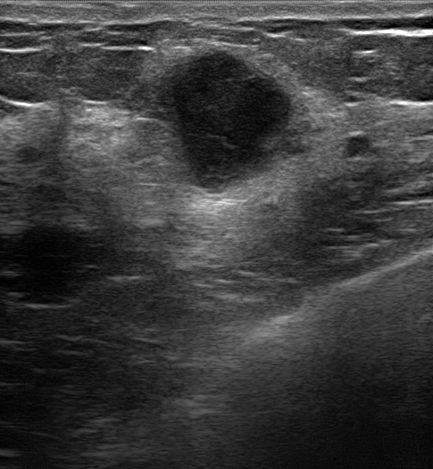
Modality: breast US.
Biopsy or follow-up result: malignant.